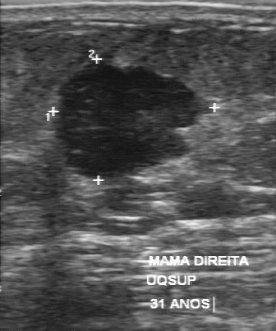
Modality: breast ultrasound scan.
The mass is malignant on biopsy or follow-up.